Modality: breast ultrasound image.
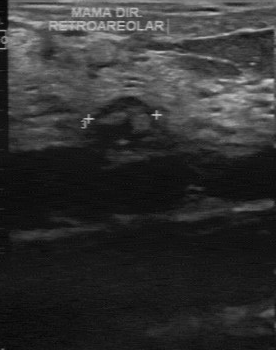
The mass is located within the bounding box 87 96 158 151. BI-RADS 4.